Breast ultrasound.
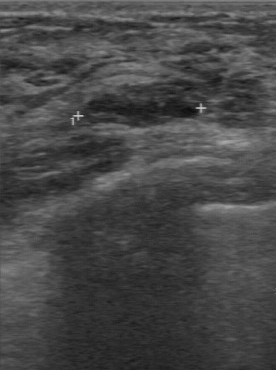
Original-read BI-RADS category: 4. On a second read by an independent reader: The breast lesion is hypoechoic. The breast lesion has a regular margin. Calcifications: none. Its boundary is clear. Histopathology: hyperplasia (benign).